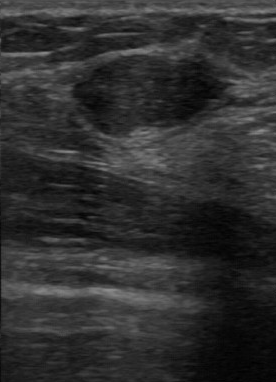
Breast ultrasound.
Independent BI-RADS assessment is 3. Contour is regular. No calcifications are seen.